Imaging: breast ultrasound image.
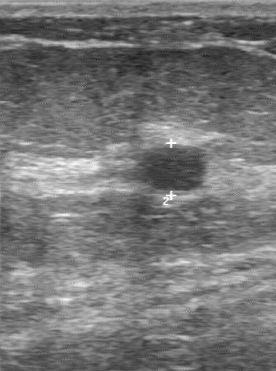
Lesion: benign on biopsy or follow-up. BI-RADS 3.